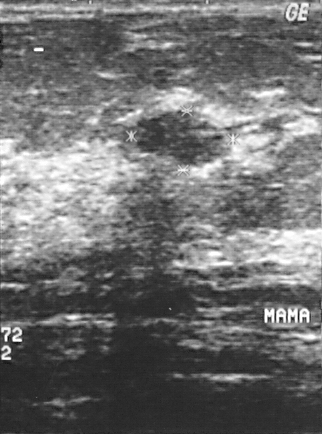
Imaging: breast ultrasound scan.
A finding is seen. BI-RADS category 2. Pathology confirmed benign fibrocystic changes.